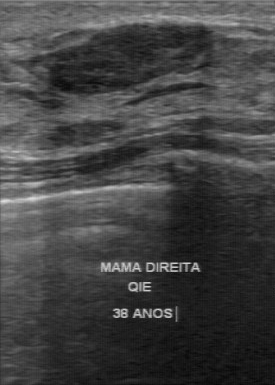
Breast US.
This breast US shows a mass, benign on biopsy or follow-up. (BI-RADS category 2.)